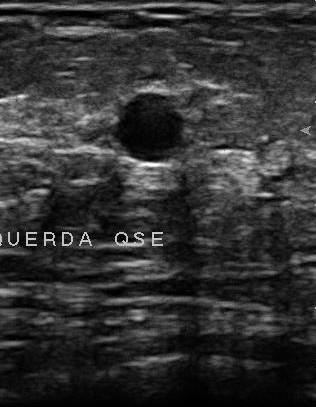
Acquired on U-Systems @10-14MHz. Imaging: breast ultrasound image.
The biopsy or follow-up result is benign. Boundary is fairly clear. Echo pattern: hypoechoic. The lesion margin is regular. Calcifications are absent.